Breast US.
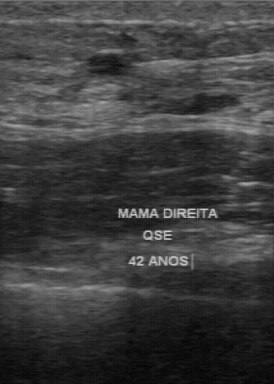
The breast lesion demonstrates regular lesion margin, calcifications: none, hypoechoic echo pattern, clear lesion boundary, independent BI-RADS assessment: 3, BI-RADS (first reader): 3, confirmed outcome (biopsy or follow-up): benign.